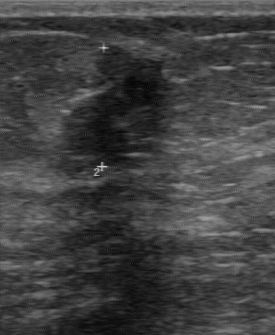
Modality: breast sonogram.
Lesion characteristics:
- echogenicity: heterogeneous
- original BI-RADS: 4
- BI-RADS on independent re-read: 4B
- lesion boundary: clear